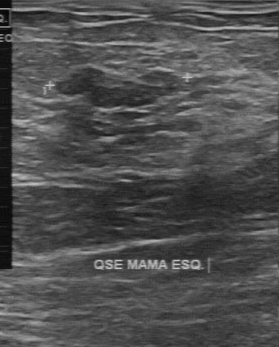
Imaging: breast ultrasound image.
Breast ultrasound image findings:
- biopsy or follow-up result: benign
- histopathology: fibroadenoma
- independent BI-RADS assessment: 3
- calcifications: absent
- boundary: fairly clear